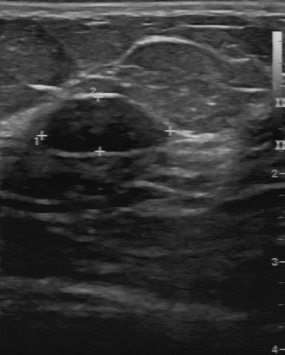
Breast ultrasound. Acquired on GE Logiq 7 @10-14MHz.
A breast lesion is seen with BI-RADS category: 3, outcome on biopsy or follow-up: benign.